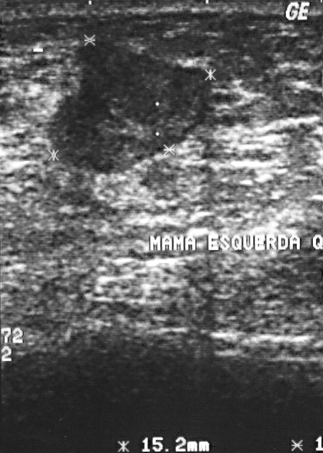
Imaging: breast sonogram.
Assigned BI-RADS 4.
The biopsy result was invasive ductal carcinoma; the mass is malignant.